Modality: breast ultrasound.
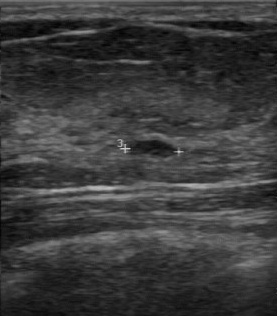
Pathology is cyst. Confirmed outcome (biopsy or follow-up): benign. The BI-RADS is 2.